B-mode breast ultrasound.
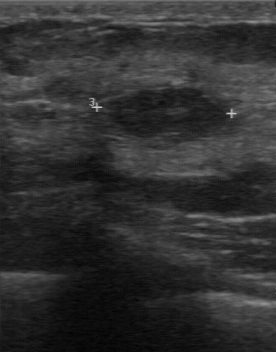
This B-mode breast ultrasound shows a finding, benign on biopsy or follow-up.